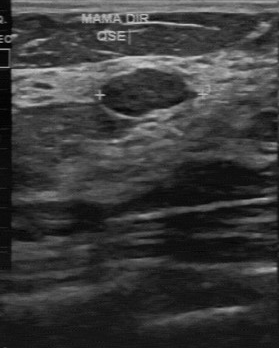
Imaging: breast ultrasound image. Scanner: GE Logiq 7 @10-14MHz.
Pixel coordinates (x1, y1, x2, y2): Finding bounding box: x1=102, y1=69, x2=188, y2=116.